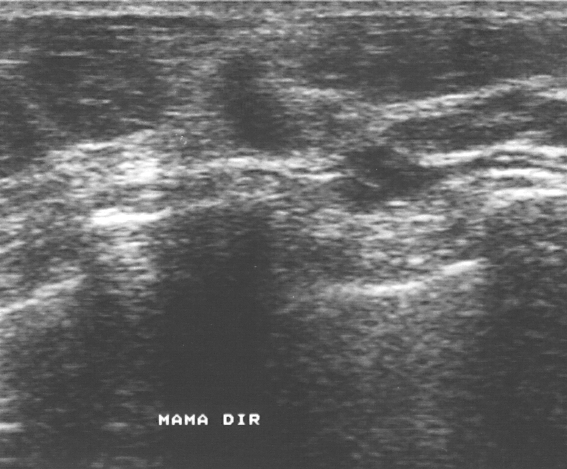
Modality: B-mode breast ultrasound.
Outcome on biopsy or follow-up: malignant.